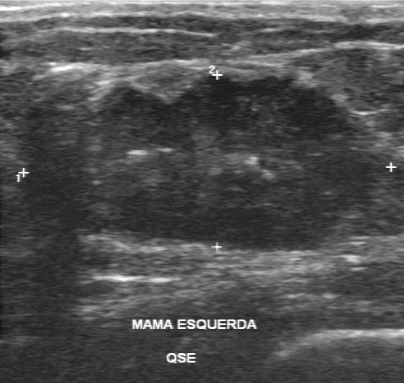
Modality: breast sonogram.
The finding demonstrates outcome on biopsy or follow-up: malignant, histopathology: invasive ductal carcinoma, BI-RADS: 5.